Imaging: breast ultrasound.
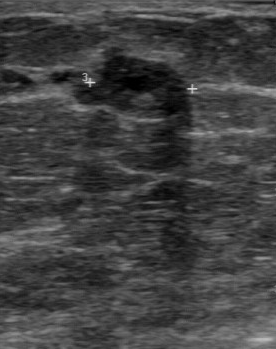
The lesion was assessed as BI-RADS 4 by the original reader. Descriptors from an independent second read (not the reader who assigned the category): The margin is regular. Its boundary is clear. Internally the lesion is hypoechoic. There are no calcifications. Histopathology: intraductal papilloma (benign).